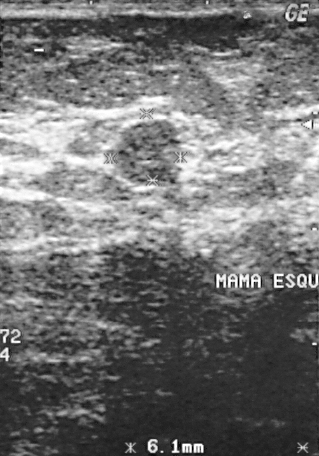
Acquired on GE Logiq 5 @10-12MHz. Imaging: B-mode breast ultrasound.
Pixel coordinates (x1, y1, x2, y2): Lesion region of interest: x1=112, y1=118, x2=178, y2=185.